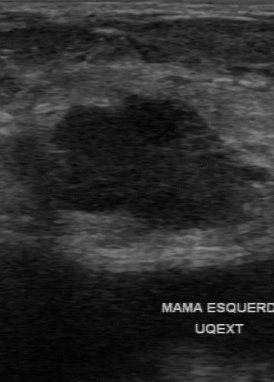
Breast ultrasound scan.
The lesion demonstrates BI-RADS category: 4.